Modality: breast US.
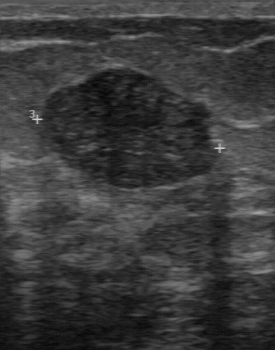
The lesion was assessed as BI-RADS 3 by the original reader. A second, independent read describes the lesion as follows. Margin: regular. The lesion boundary is clear. There are no calcifications. Internally the lesion is hypoechoic. Biopsy showed fibroadenoma, a benign finding.